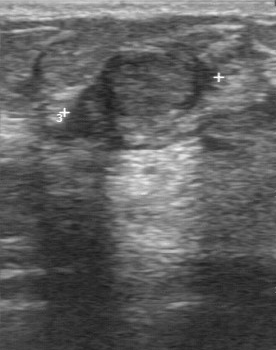
Breast ultrasound image. Scanner: GE Logiq 7 @10-14MHz.
This breast ultrasound image shows a breast lesion, benign on biopsy or follow-up. (BI-RADS category 3.)